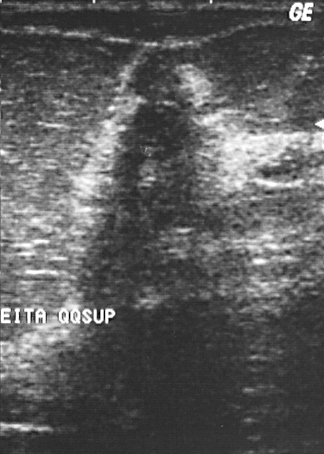
Imaging: breast ultrasound image.
Biopsy or follow-up result: benign.